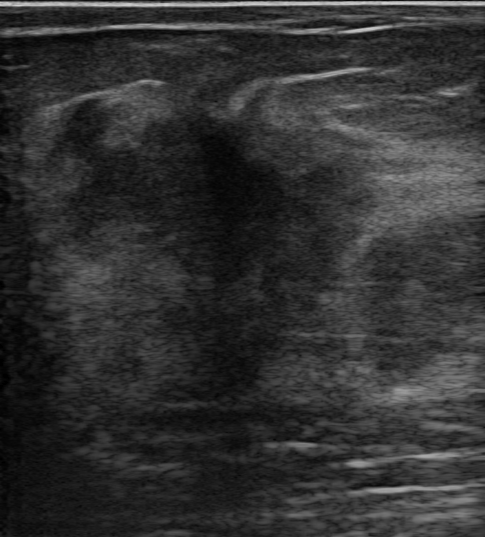
B-mode breast ultrasound. 58-year-old patient. Background tissue composition: heterogeneous: predominantly fibroglandular.
(coordinates in a 485x537 pixel frame) Lesion region of interest: (43, 83) to (376, 401). BI-RADS 5.